Breast ultrasound image.
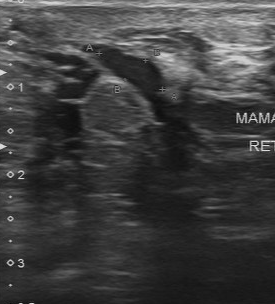
This breast ultrasound image shows a lesion with calcifications: none, slightly hypoechoic echo pattern, fairly clear boundary, regular lesion margin, original BI-RADS: 2, pathology: apocrine metaplasia, second-reader BI-RADS: 3.